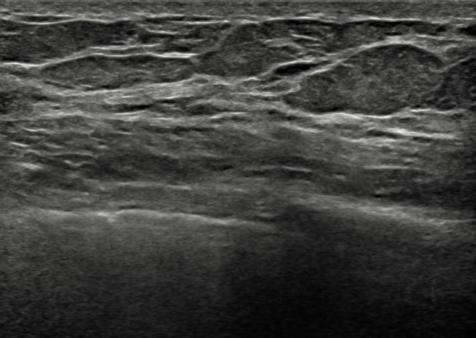
B-mode breast ultrasound. Background tissue composition: heterogeneous: predominantly fat.
No focal lesion is seen on this B-mode breast ultrasound.